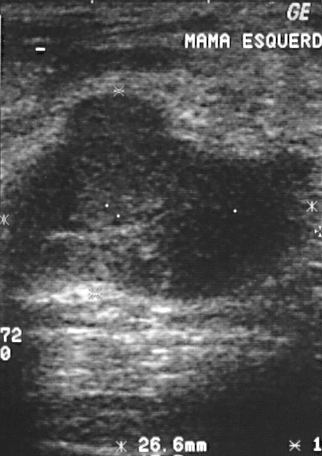
Breast ultrasound.
Coordinates are pixels in the 322x456 image. Lesion bounding box: [3, 93, 316, 304]. The lesion is benign on biopsy or follow-up.